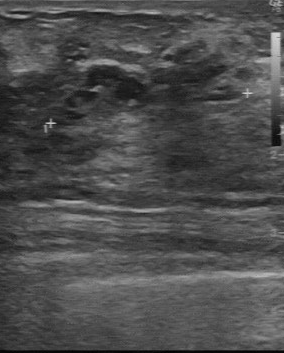
Breast sonogram. Scanner: GE Logiq 7 @10-14MHz.
Breast sonogram findings:
- BI-RADS assessment: 3